Imaging: breast ultrasound scan.
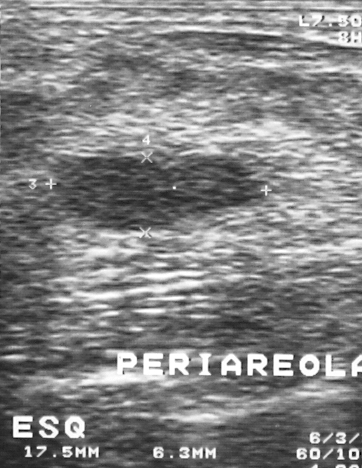
The confirmed outcome (biopsy or follow-up) is benign. The BI-RADS category is 3.